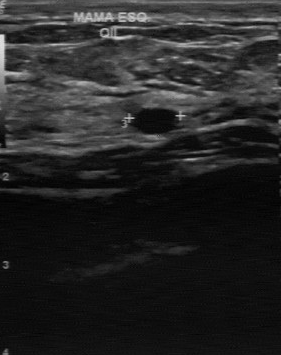
Modality: breast ultrasound scan.
Biopsy result: cyst. Calcifications: none. Margin: regular. Boundary: clear. Internal echoes: hypoechoic.